Imaging: breast sonogram. Background tissue composition: homogeneous: fibroglandular.
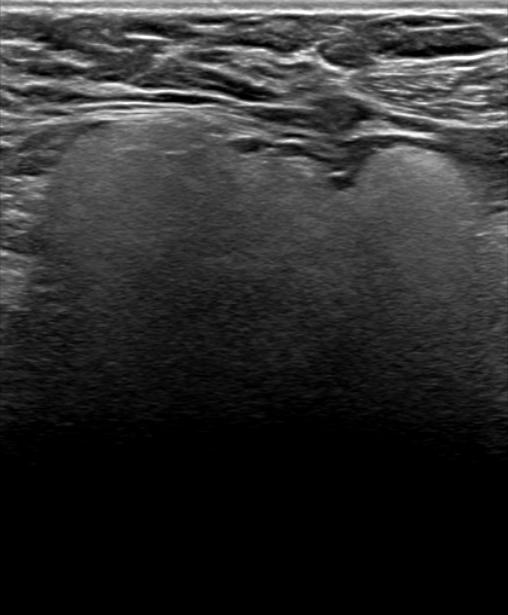
Coordinates are pixels in the 508x615 image. Mass bounding box: top-left (0, 105), bottom-right (501, 448). The mass is benign on biopsy or follow-up. BI-RADS 2.